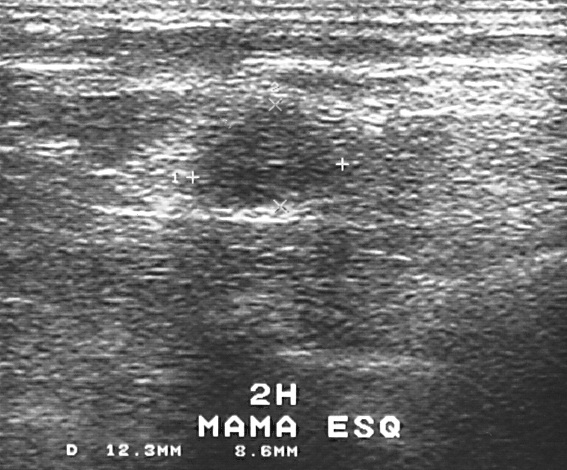
Acquired on GE Logiq 5 @10-12MHz. Breast ultrasound image.
A finding is present on this breast ultrasound image. It was assessed as BI-RADS 3. The biopsy result was fibrocystic changes; the finding is benign.